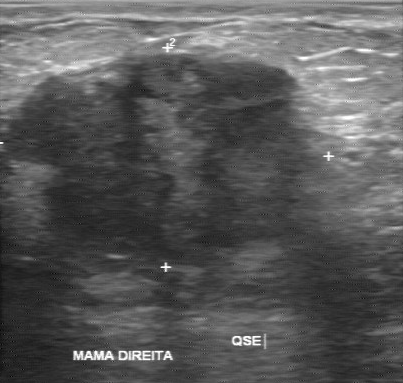
Imaging: breast ultrasound scan.
The original reader assigned BI-RADS 4. A second reader, independent of the original assessment, describes a hypoechoic breast lesion with an irregular margin; the boundary is unclear. No calcifications are seen. The biopsy result was invasive ductal carcinoma; the breast lesion is malignant.